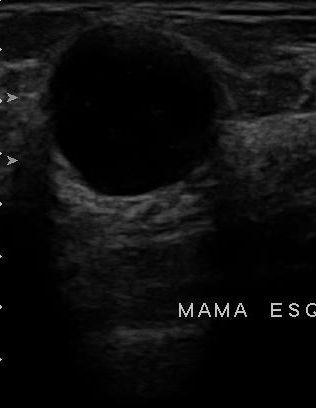
Imaging: breast ultrasound image. Acquired on U-Systems @10-14MHz.
BI-RADS 2 in the original read. A second reader, independent of the original assessment, describes a hypoechoic finding with a regular margin; the boundary is somewhat unclear. No calcifications are seen. Histopathology: cyst (benign).